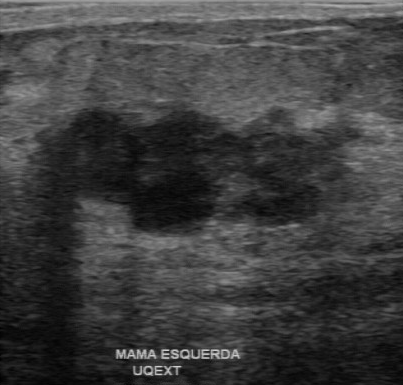
Imaging: breast US. Scanner: GE Logiq 7 @10-14MHz.
Original-read BI-RADS category: 4. On a second, independent read, a lesion with a partially regular margin and a clear boundary is seen; it is heterogeneous. No calcifications are seen. The biopsy result was invasive ductal carcinoma; the lesion is malignant.